Modality: breast US.
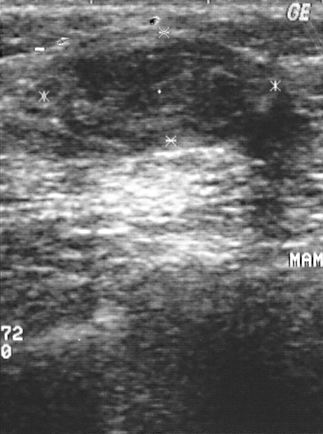
A lesion is present on this breast US. It was assessed as BI-RADS 2. The biopsy result was fibroadenoma; the lesion is benign.